Breast US.
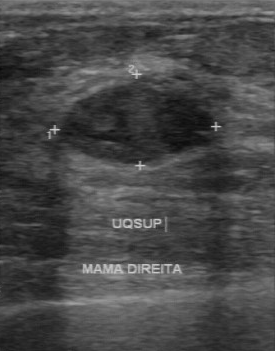
Finding: breast lesion, benign on biopsy or follow-up. BI-RADS 3.